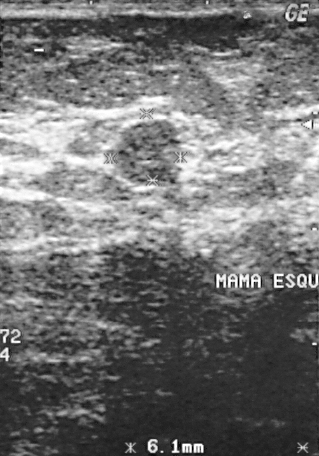
Breast sonogram.
This breast sonogram shows a breast lesion, benign on biopsy or follow-up. (BI-RADS category 3.)